Imaging: breast sonogram.
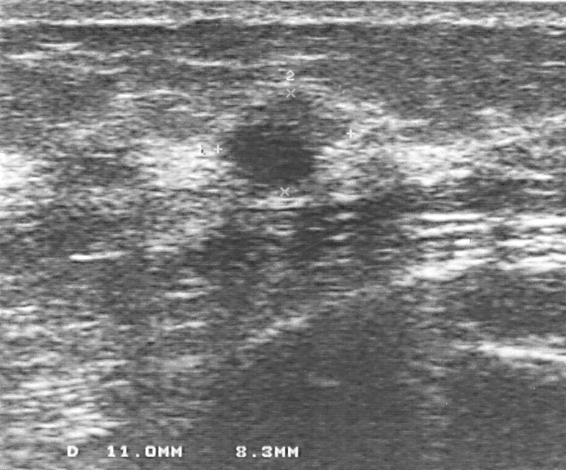
A mass is seen. It was assessed as BI-RADS 3. The biopsy result was fibroadenoma; the mass is benign.